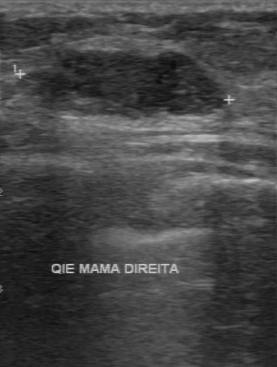
Modality: breast ultrasound image.
FINDINGS: Original BI-RADS: 3. Lesion boundary: clear. Echogenicity: hypoechoic. Calcifications: none. Independent BI-RADS assessment: 3.